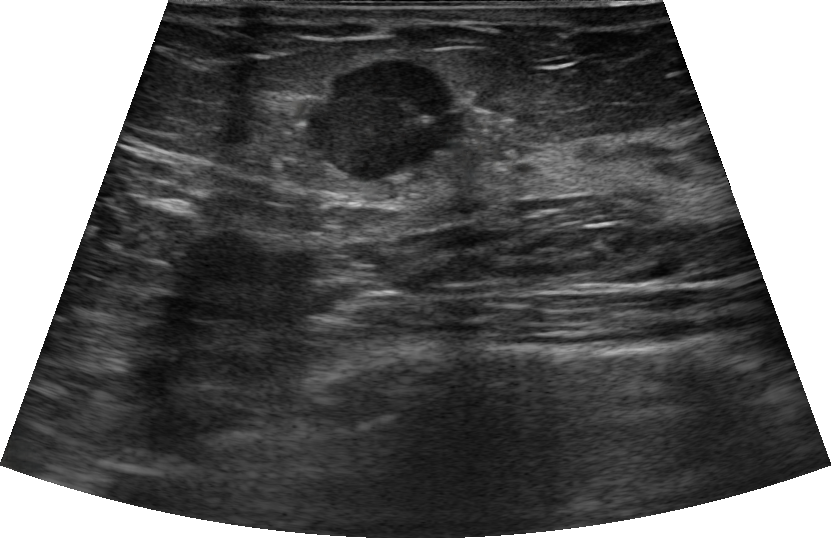
Modality: breast ultrasound. 48-year-old patient.
Echo pattern: hypoechoic. Skin thickening: none. Echogenic halo: none. BI-RADS category: 4C. Calcifications: in a mass. Posterior acoustic features: none. Margin: not circumscribed - angular. Shape: irregular.
OUTCOME ON BIOPSY OR FOLLOW-UP: malignant.